Modality: breast ultrasound.
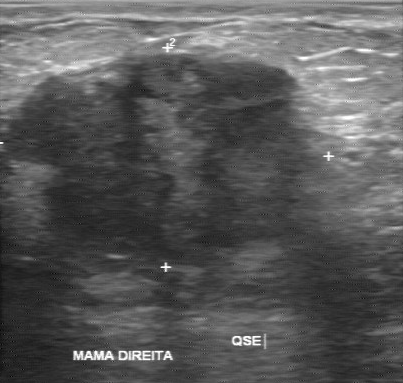
Coordinates are pixels in the 403x383 image. Finding bounding box: x1=3, y1=56, x2=305, y2=270. BI-RADS 4.